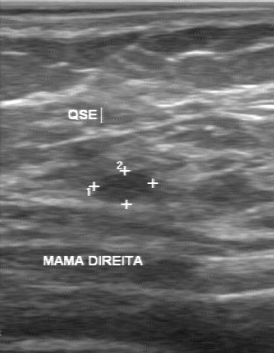
Breast ultrasound scan. Acquired on GE Logiq 7 @10-14MHz.
FINDINGS: Breast ultrasound scan. BI-RADS: 2. Biopsy or follow-up result: benign.
OUTCOME ON BIOPSY OR FOLLOW-UP: benign.